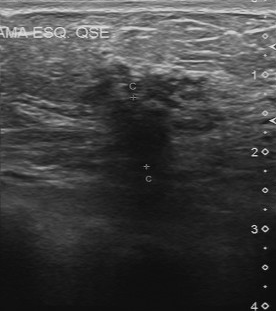
Imaging: breast ultrasound scan.
BI-RADS 4 in the original read; on a second read the margin is irregular, the boundary unclear and the breast lesion hypoechoic. Calcifications: suspected. Biopsy showed invasive ductal carcinoma, a malignant finding.